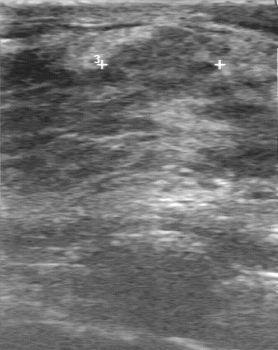
Modality: breast ultrasound.
FINDINGS: Breast ultrasound. Calcifications: absent. Lesion margin: partially regular. Boundary: fairly clear. Internal echoes: slightly hypoechoic.
OUTCOME ON BIOPSY OR FOLLOW-UP: benign.